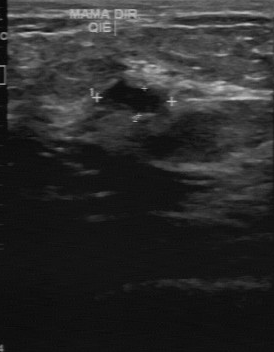
B-mode breast ultrasound.
The internal echoes are hypoechoic. Independent BI-RADS assessment: 3. No calcifications are seen. The lesion boundary is fairly clear.